Modality: breast ultrasound. Acquired on GE Logiq 7 @10-14MHz.
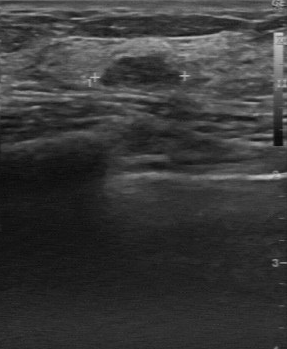
The original reader assigned BI-RADS 3. A second reader, independent of the original assessment, describes a slightly hypoechoic lesion with a partially regular margin; the boundary is fairly clear. The biopsy result was fibroadenoma; the lesion is benign.